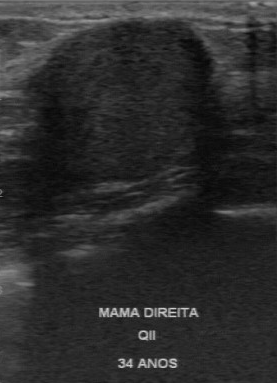
Acquired on GE Logiq 7 @10-14MHz. Breast sonogram.
BI-RADS 2 in the original read; on a second read the margin is regular, the boundary clear and the finding hypoechoic. No calcifications are seen. Biopsy showed mastitis, a benign finding.